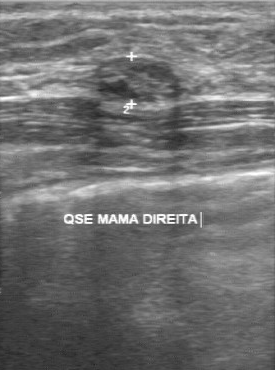
Modality: breast sonogram.
BI-RADS 3 in the original read; on a second read the margin is regular, the boundary clear and the lesion hypoechoic. There are no calcifications. Histopathology: fibroadenoma (benign).